Modality: breast ultrasound image.
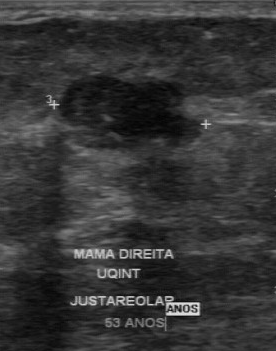
BI-RADS 4 in the original read; on a second read the margin is irregular, the boundary somewhat unclear and the lesion hypoechoic. Calcification is suspected. Biopsy showed invasive ductal carcinoma, a malignant finding.